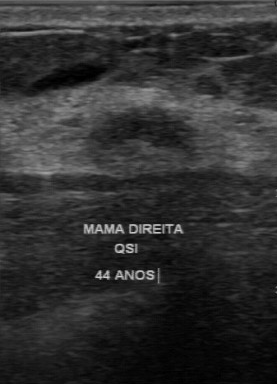
Modality: breast ultrasound image.
(coordinates in a 277x384 pixel frame) The lesion is located within the bounding box (103, 106) to (187, 147). The lesion is benign on biopsy or follow-up.